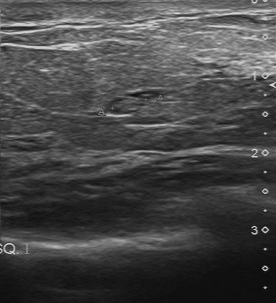
Imaging: B-mode breast ultrasound.
Original-read BI-RADS category: 4. Findings on the second read (an independent reader): a slightly hypoechoic breast lesion, margin regular, boundary fairly clear. Biopsy showed apocrine metaplasia, a benign finding.